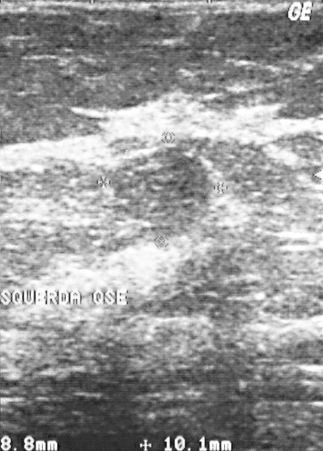
Breast sonogram.
Finding: mass, benign on biopsy or follow-up.